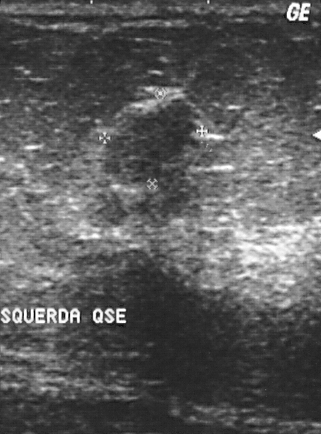
Imaging: breast ultrasound scan.
This mass proved benign on biopsy or follow-up. Biopsy showed fibroadenoma, a benign finding. BI-RADS category 2.